Breast ultrasound scan.
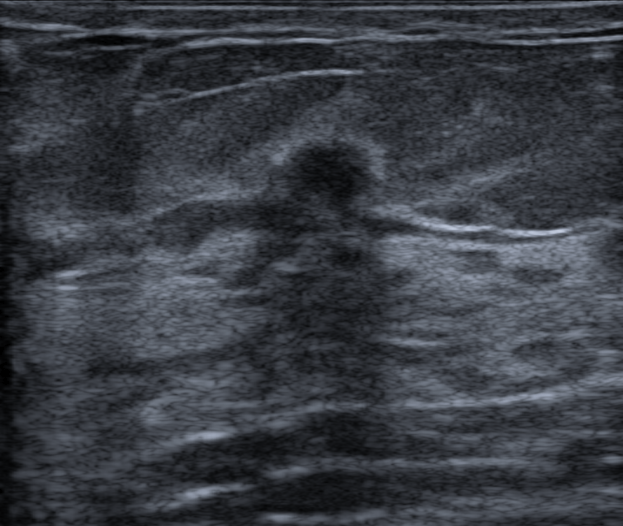
FINDINGS: Lesion shape: irregular. Radiologist impression: Suspicion of malignancy. Histopathology: Pseudoangiomatous stromal hyperplasia (PASH). Calcifications: none. Skin thickening: none. Echotexture: hypoechoic. BI-RADS assessment: 4C. Verification: confirmed by biopsy. Biopsy or follow-up result: benign. Posterior acoustic features: shadowing. Margin: not circumscribed - indistinct. Echogenic halo: present.
OUTCOME ON BIOPSY OR FOLLOW-UP: benign.